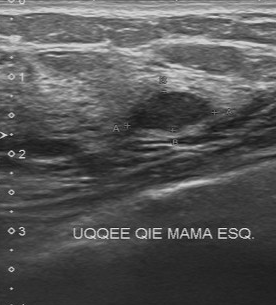
Modality: breast ultrasound scan.
Coordinates are pixels in the 276x305 image. The breast lesion is located within the bounding box (129, 91) to (210, 130).